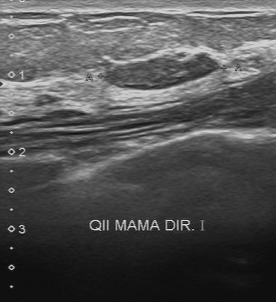
Breast ultrasound image.
FINDINGS: BI-RADS: 3. Biopsy or follow-up result: benign. Histopathology: fibroadenoma.
OUTCOME ON BIOPSY OR FOLLOW-UP: benign.